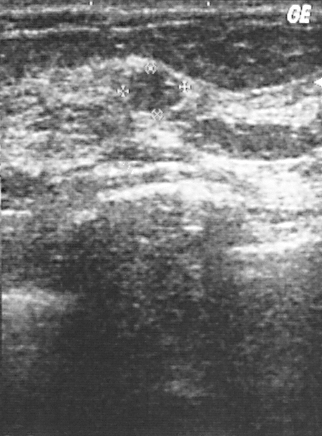
Breast ultrasound. Acquired on GE Logiq 5 @10-12MHz.
A mass is seen. It was assessed as BI-RADS 2. Pathology confirmed benign fibroadenoma.